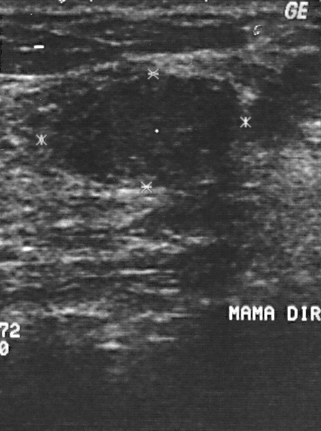
Acquired on GE Logiq 5 @10-12MHz. Imaging: breast ultrasound image.
This breast ultrasound image shows a finding, benign on biopsy or follow-up.